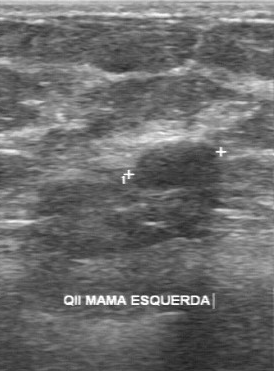
Imaging: breast US. Scanner: GE Logiq 7 @10-14MHz.
- BI-RADS category: 4